Scanner: GE Logiq 7 @10-14MHz. Imaging: breast ultrasound.
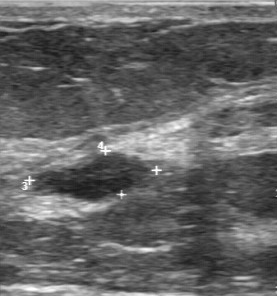
Internal echoes: slightly hypoechoic. Histopathology: fibroadenoma. Boundary: fairly clear. Margin: partially regular. Calcifications: none.